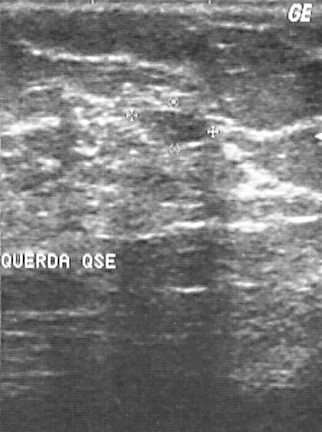
B-mode breast ultrasound.
The mass is assessed as BI-RADS 2. Biopsy showed fibroadenoma, a benign finding. The mass is benign on biopsy or follow-up.